Imaging: breast ultrasound. Scanner: GE Logiq 7 @10-14MHz.
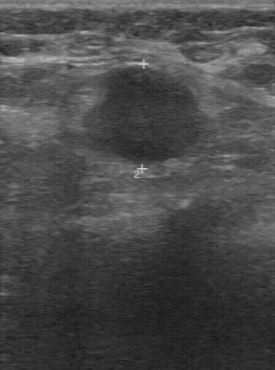
BI-RADS 4 in the original read; on a second read the margin is regular, the boundary clear and the lesion hypoechoic. Calcifications: none. Biopsy showed lymphoma, a malignant finding.